Modality: breast ultrasound scan. Scanner: GE Logiq 7 @10-14MHz.
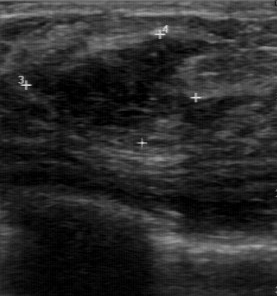
A mass is seen with regular contour, hypoechoic echo pattern, somewhat unclear boundary, calcifications: absent.